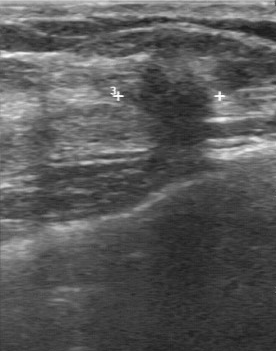
Breast ultrasound scan.
- BI-RADS on independent re-read: 4B
- echogenicity: hypoechoic
- original BI-RADS: 5
- lesion boundary: unclear
- calcifications: absent